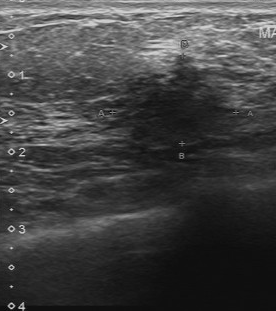
Imaging: breast ultrasound image.
Finding: breast lesion, malignant on biopsy or follow-up. (BI-RADS category 4.)